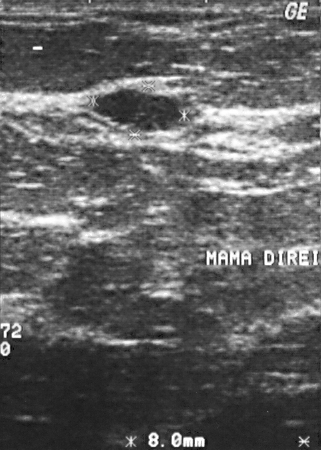
B-mode breast ultrasound. Acquired on GE Logiq 5 @10-12MHz.
Segment the finding: bounding box (95,90)-(180,132).